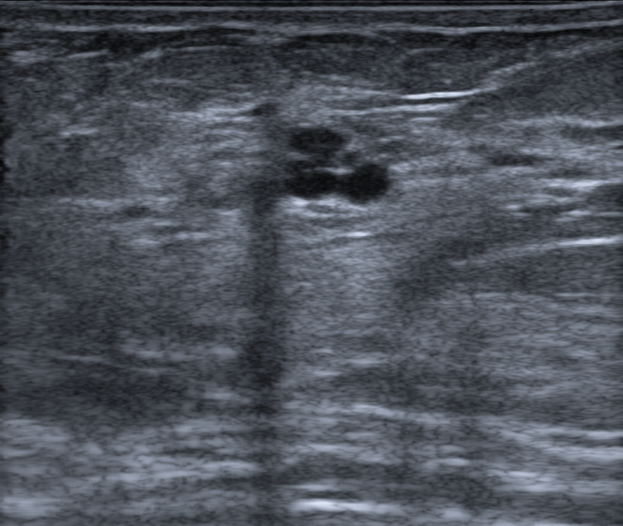
Modality: breast ultrasound scan. 35-year-old patient.
Coordinates are pixels in the 623x526 image. Segment the lesion: bounding box (283,127)-(390,206). The lesion is benign on biopsy or follow-up.